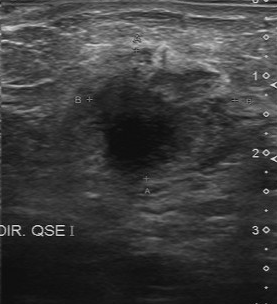
Scanner: Toshiba Aplio 300 @12-14 MHz. Breast sonogram.
There are no calcifications. The lesion margin is irregular. BI-RADS (second read) is 4B. The histopathology is invasive ductal carcinoma. Echogenicity is hypoechoic. Boundary is unclear.